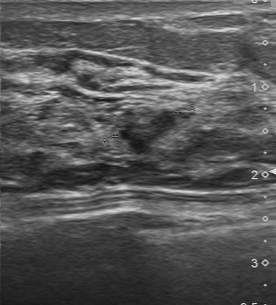
Breast ultrasound. Acquired on Toshiba Aplio 300 @12-14 MHz.
The lesion is malignant on biopsy or follow-up. (BI-RADS category 4.)